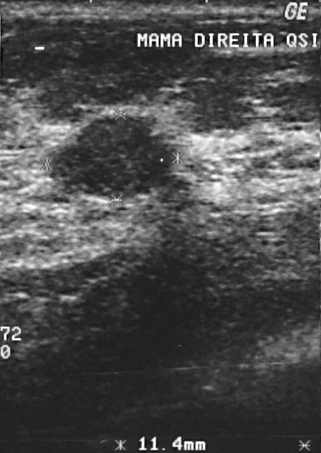
Modality: breast ultrasound image.
(coordinates in a 321x453 pixel frame) The finding is located within the bounding box (48,116)-(168,200). BI-RADS 3.